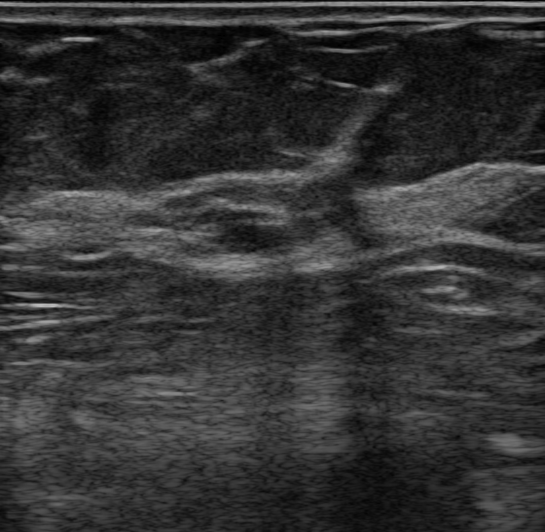
65-year-old patient. Background echotexture is heterogeneous: predominantly fat. Modality: breast ultrasound image.
Histopathology: Benign mammary dysplasia.
Assigned BI-RADS 4A.
Radiologic interpretation: Cyst filled with thick fluid; Dysplasia; Fibroadenoma.
This mass proved benign on biopsy or follow-up.
Echogenic halo: absent.
Echogenicity: hypoechoic.
Margins are circumscribed.
There are no posterior acoustic features.
No skin thickening is seen.
Calcifications: none.
The mass appears oval.